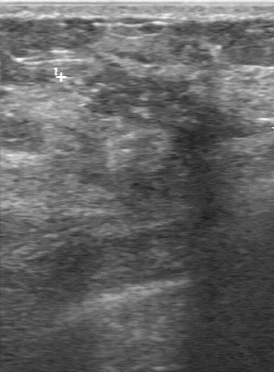
Modality: breast US. Scanner: GE Logiq 7 @10-14MHz.
BI-RADS 4 in the original read; on a second read the margin is irregular, the boundary unclear and the lesion slightly hypoechoic. The lesion contains multiple calcifications. Histopathology: invasive ductal carcinoma (malignant).